Scanner: GE Logiq 7 @10-14MHz. Breast sonogram.
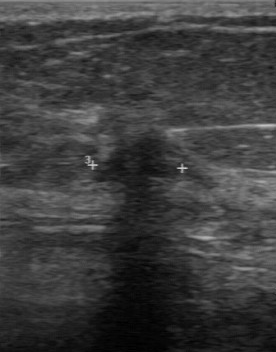
The biopsy or follow-up result is malignant. Lesion boundary: unclear. No calcifications are seen. Echogenicity is hypoechoic. Lesion margin is irregular.